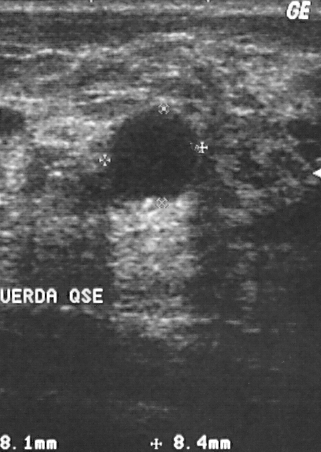
Breast US. Acquired on GE Logiq 5 @10-12MHz.
The BI-RADS category is 2.